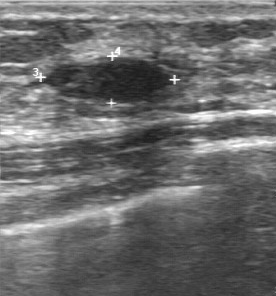
Acquired on GE Logiq 7 @10-14MHz. Breast ultrasound scan.
No calcifications are seen. Confirmed outcome (biopsy or follow-up) is benign. Margin: regular. Echo pattern is hypoechoic. The lesion boundary is clear.